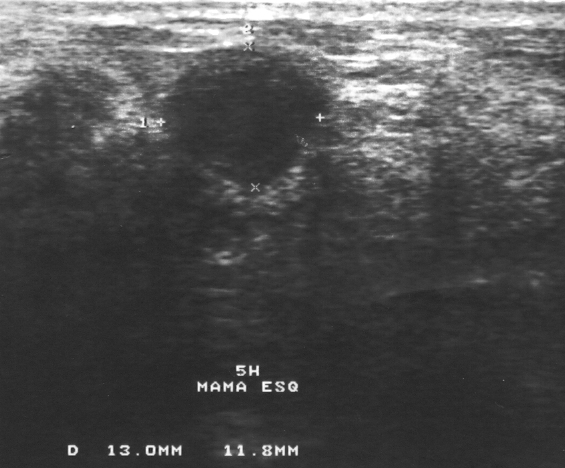
Breast ultrasound.
The biopsy result was fibroadenoma.
This mass proved benign on biopsy or follow-up.
Assigned BI-RADS 3.